Breast ultrasound.
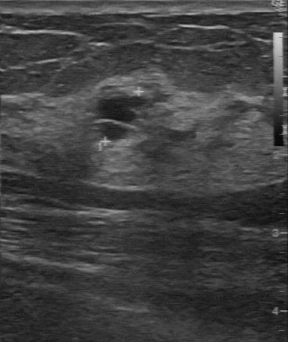
Original-read BI-RADS category: 2.
Descriptors from an independent second read (not the reader who assigned the category):
Margin: partially regular.
The lesion boundary is fairly clear.
Calcifications: none.
The breast lesion is slightly hypoechoic.
Histopathology: cyst (benign).